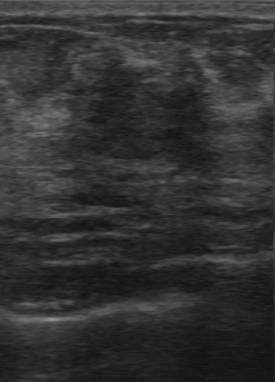
Imaging: breast ultrasound scan.
FINDINGS: Boundary: unclear. Calcifications: none. Contour: irregular. Echo pattern: slightly hypoechoic.
OUTCOME ON BIOPSY OR FOLLOW-UP: benign.